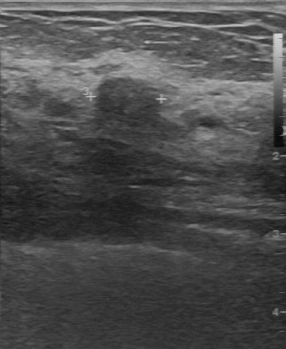
Acquired on GE Logiq 7 @10-14MHz. B-mode breast ultrasound.
B-mode breast ultrasound findings:
- lesion margin: partially regular
- BI-RADS (second read): 4A
- boundary: fairly clear